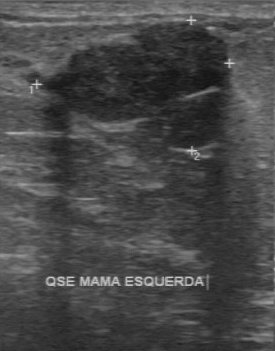
Modality: breast ultrasound scan. Scanner: GE Logiq 7 @10-14MHz.
Finding: lesion, benign on biopsy or follow-up. (BI-RADS category 3.)